Modality: breast ultrasound.
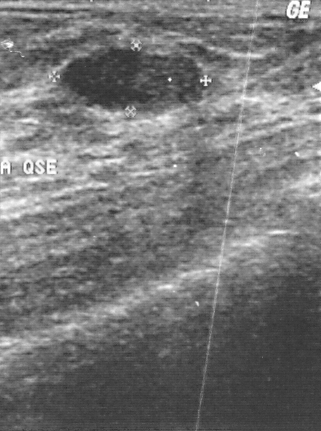
FINDINGS: Breast ultrasound. Confirmed outcome (biopsy or follow-up): benign. Histopathology: fibrocystic changes. BI-RADS assessment: 2.
OUTCOME ON BIOPSY OR FOLLOW-UP: benign.